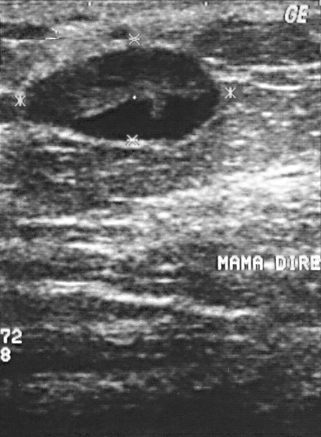
Breast ultrasound.
FINDINGS: Breast ultrasound. BI-RADS category: 4. Histopathology: fat necrosis.
OUTCOME ON BIOPSY OR FOLLOW-UP: benign.